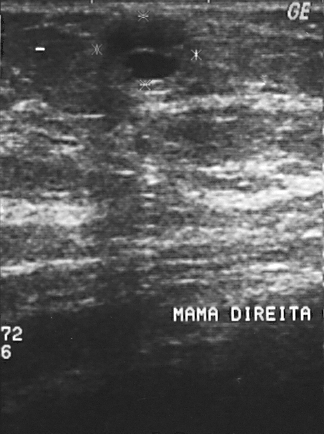
Breast sonogram.
This breast sonogram shows a finding. Assessment: BI-RADS 2. Pathology confirmed benign cyst.